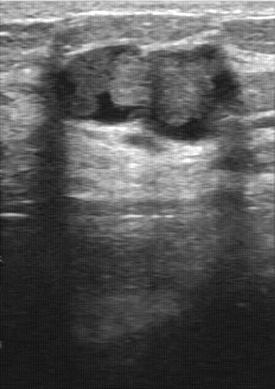
Acquired on GE Logiq 7 @10-14MHz. Modality: breast US.
Coordinates are pixels in the 275x389 image. The finding occupies approximately (57, 44) to (243, 138). The finding is benign on biopsy or follow-up.